Breast US.
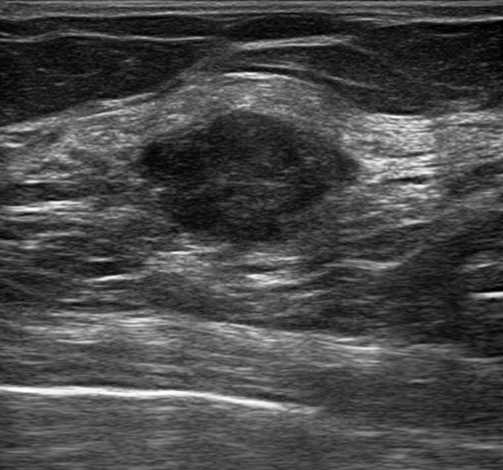
FINDINGS: Breast US. Biopsy result: Ductal carcinoma in situ (DCIS). Borders: circumscribed. Lesion shape: irregular. Skin thickening: none. Confirmed outcome (biopsy or follow-up): malignant. Echotexture: hypoechoic. BI-RADS assessment: 4B.
OUTCOME ON BIOPSY OR FOLLOW-UP: malignant.